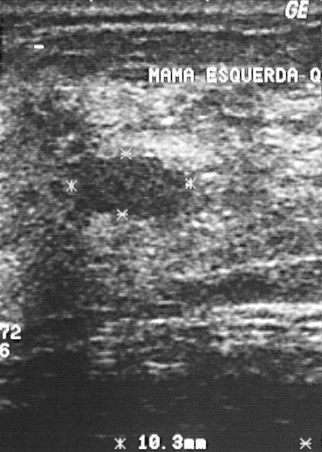
Scanner: GE Logiq 5 @10-12MHz. B-mode breast ultrasound.
The finding demonstrates biopsy or follow-up result: benign, BI-RADS category: 2.